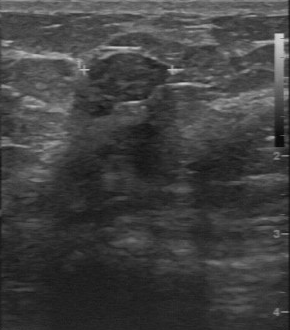
Acquired on GE Logiq 7 @10-14MHz. Breast ultrasound image.
This breast ultrasound image shows a mass with BI-RADS (second read): 3.